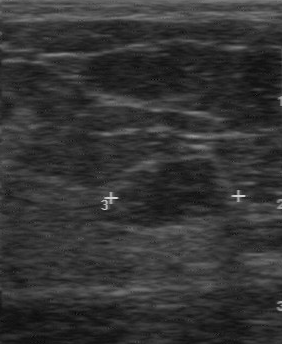
Modality: breast ultrasound scan.
FINDINGS: Breast ultrasound scan. Calcifications: absent. Contour: regular. Outcome on biopsy or follow-up: benign. BI-RADS on independent re-read: 3.